Imaging: breast ultrasound scan.
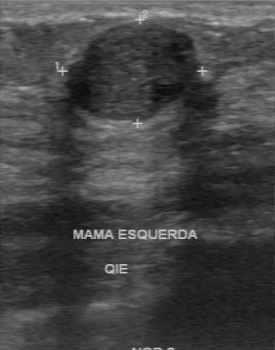
FINDINGS: Boundary: clear. Internal echoes: hypoechoic. Lesion margin: regular. Calcifications: none.
OUTCOME ON BIOPSY OR FOLLOW-UP: benign.